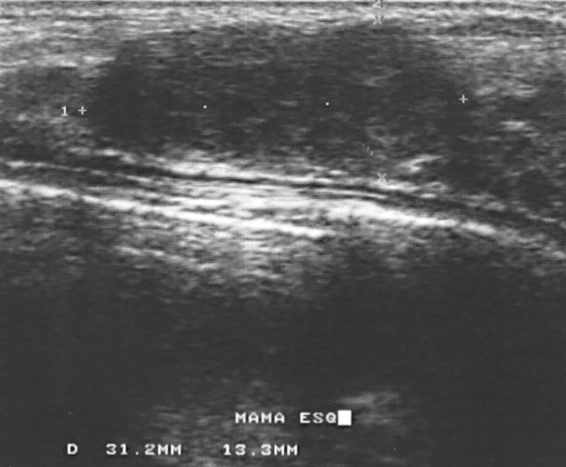
Breast ultrasound.
This breast ultrasound shows a lesion. BI-RADS category 2. Pathology confirmed benign fibroadenoma.